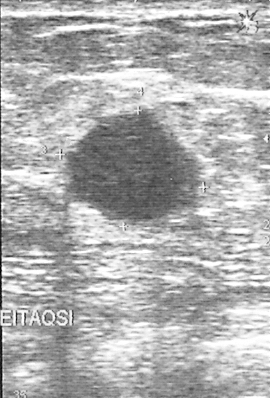
Scanner: GE Logiq 5 @10-12MHz. Imaging: breast US.
Breast US findings:
- BI-RADS: 4
- biopsy result: invasive ductal carcinoma
- outcome on biopsy or follow-up: malignant